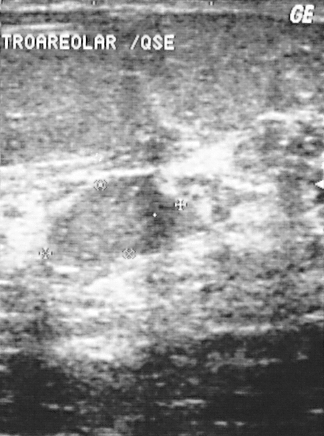
Modality: breast US.
Lesion characteristics:
- outcome on biopsy or follow-up: malignant
- histopathology: invasive ductal carcinoma
- BI-RADS: 2